Modality: breast sonogram.
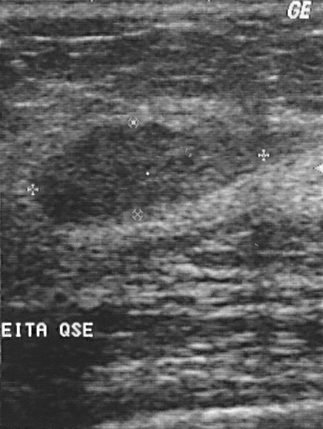
A finding is present on this breast sonogram. BI-RADS category 2. The biopsy result was fibrocystic changes; the finding is benign.